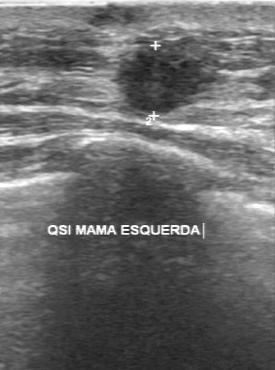
Imaging: breast US.
The lesion was assessed as BI-RADS 5 by the original reader. A second, independent read describes the lesion as follows. Echo pattern: slightly hypoechoic. No calcifications are seen. Its boundary is unclear. The lesion has an irregular margin. The biopsy result was invasive ductal carcinoma; the lesion is malignant.